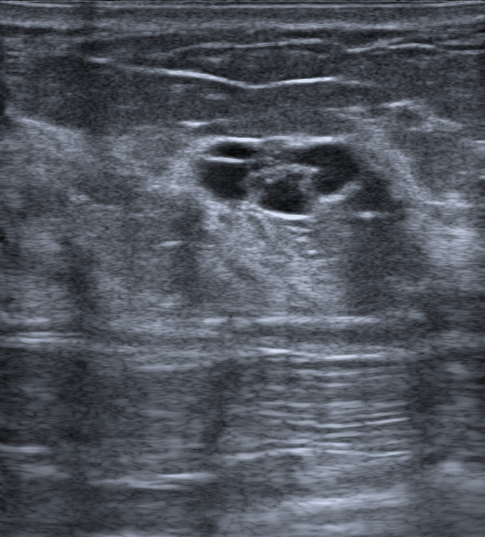
Patient age: 38. Imaging: breast ultrasound scan.
The mass is oval in shape. The margin is circumscribed. Internally the mass is anechoic. Posterior enhancement is present. There is no echogenic halo. Calcifications: none. Skin thickening: none. BI-RADS category 2. Radiologic interpretation: Complex cyst / Non-simple cyst. Outcome on biopsy or follow-up: benign.